B-mode breast ultrasound.
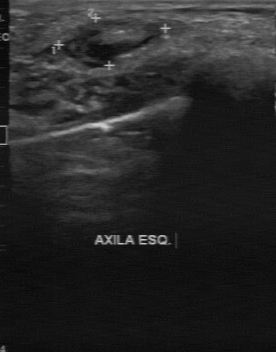
(coordinates in a 276x352 pixel frame) Breast lesion bounding box: top-left (61, 17), bottom-right (164, 69). BI-RADS 2.